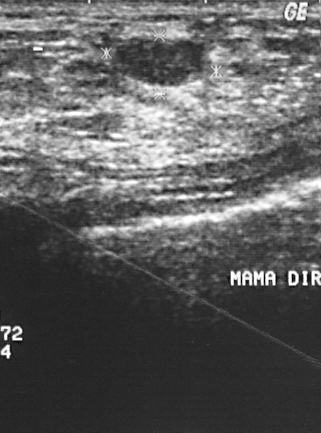
Imaging: breast US.
The breast lesion is located within the bounding box x1=117, y1=38, x2=202, y2=86. The breast lesion is benign on biopsy or follow-up.